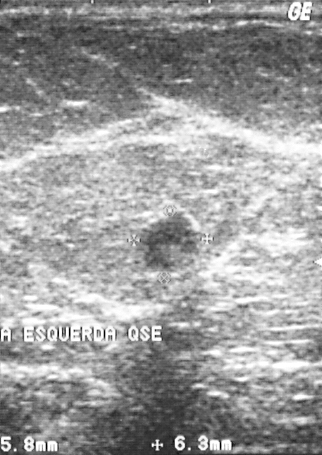
B-mode breast ultrasound.
Biopsy or follow-up result: benign.